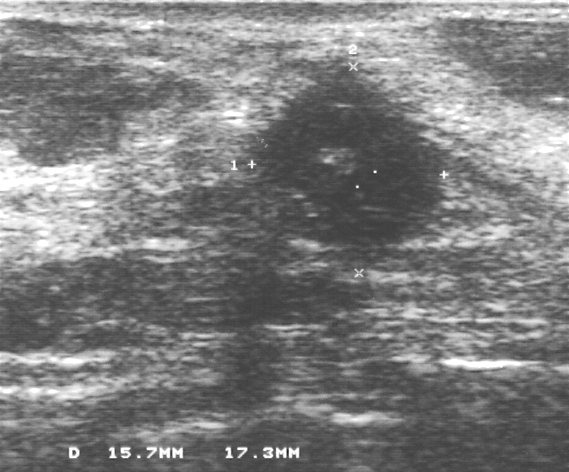
Breast US.
Finding: breast lesion, malignant on biopsy or follow-up.